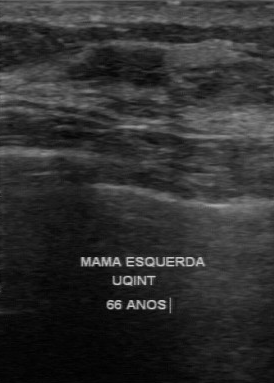
Imaging: breast sonogram.
The finding was assessed as BI-RADS 4 by the original reader. On a second, independent read, a finding with a partially regular margin and a somewhat unclear boundary is seen; it is hypoechoic. Biopsy showed fibroadenoma, a benign finding.